Background tissue composition: heterogeneous: predominantly fat. Breast ultrasound scan.
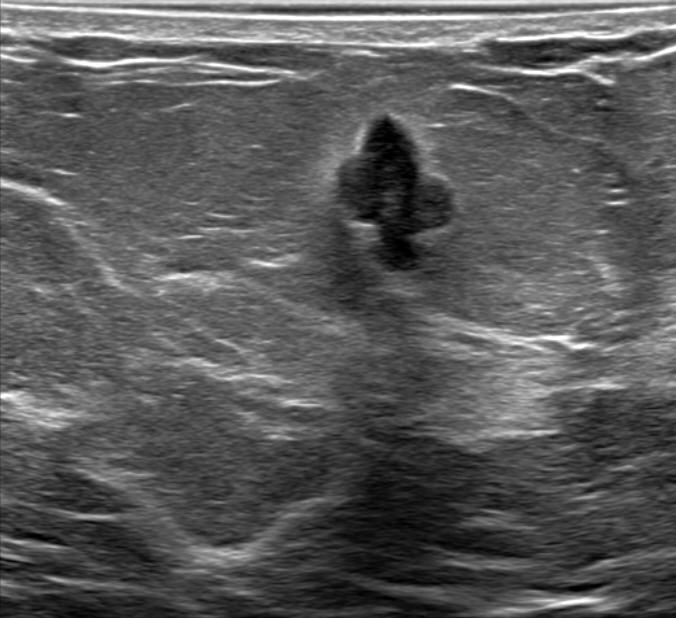
Biopsy or follow-up result: benign. BI-RADS 5.